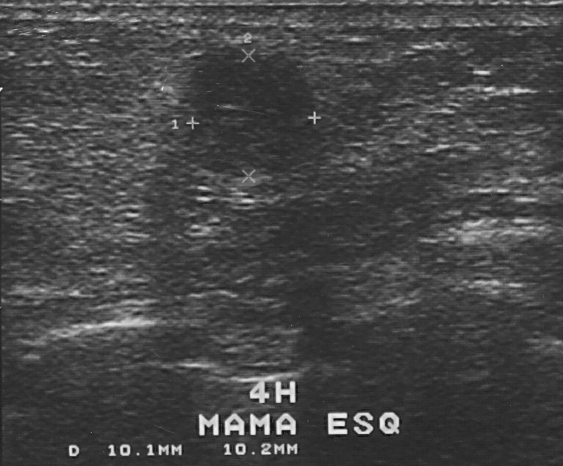
Imaging: breast ultrasound.
This breast ultrasound shows a breast lesion. BI-RADS category 4. Pathology confirmed benign fibrocystic changes.